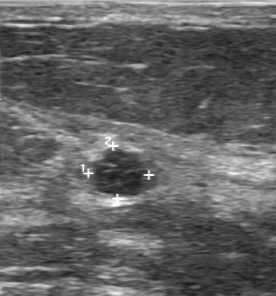
B-mode breast ultrasound.
FINDINGS: Lesion margin: regular. Calcifications: absent. Outcome on biopsy or follow-up: benign. Echogenicity: slightly hypoechoic. Second-reader BI-RADS: 3.